Scanner: GE Logiq 7 @10-14MHz. Breast ultrasound image.
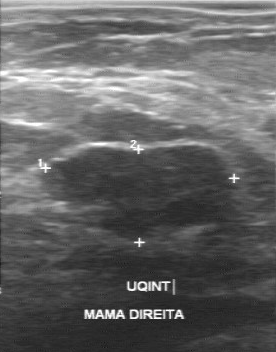
The mass was categorized BI-RADS 3 in the original read. A second reader, independent of the original assessment, describes a hypoechoic mass with a regular margin; the boundary is clear. Calcifications: none. The biopsy result was fibroadenoma; the mass is benign.